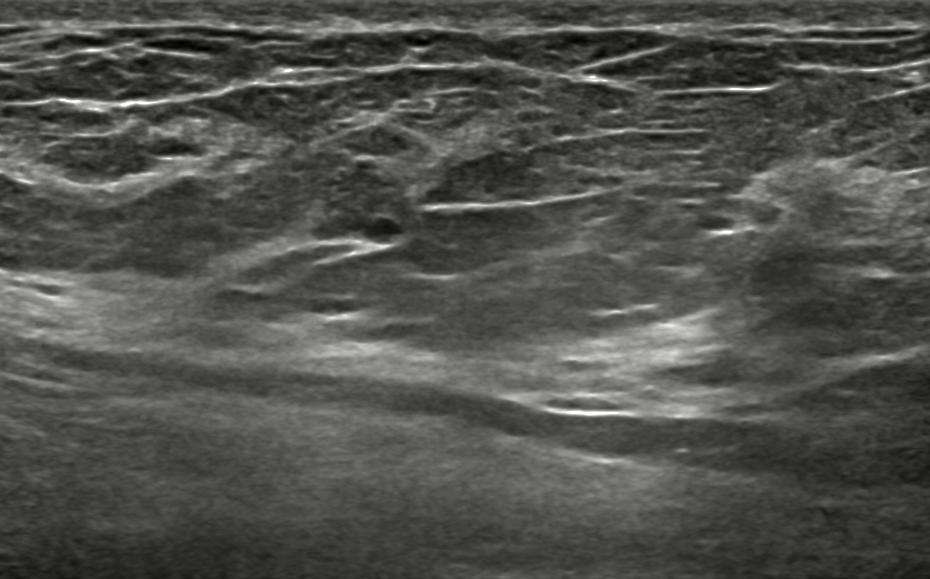
57-year-old patient. Imaging: breast sonogram.
There is no skin thickening. The lesion is of complex cystic and solid echotexture. There are no calcifications. Echogenic halo: absent. The lesion appears oval. No posterior acoustic features are seen. Margins are circumscribed. The lesion is benign on biopsy or follow-up. Assigned BI-RADS 3. Verification: follow-up care.